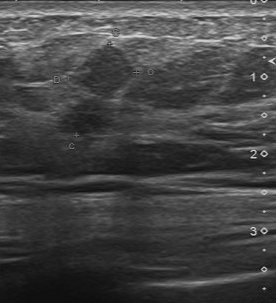
Modality: breast US.
Original-read BI-RADS category: 5. A second, independent read describes the lesion as follows. Margin: partially regular. Boundary: fairly clear. The lesion is slightly hypoechoic. No calcifications are seen. Biopsy showed invasive ductal carcinoma, a malignant finding.